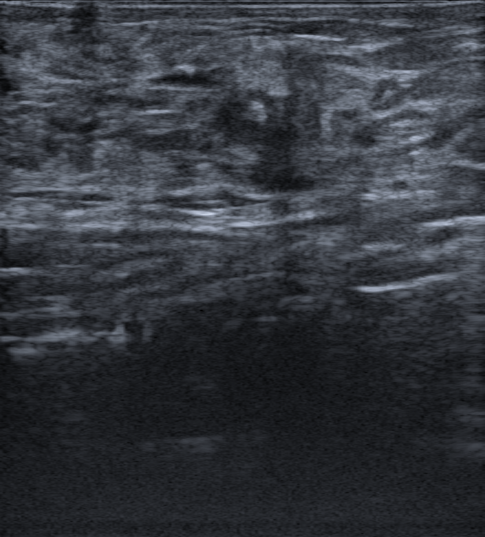
Patient age: 87. Imaging: breast ultrasound image.
The finding occupies approximately x1=202, y1=84, x2=323, y2=194. The finding is malignant on biopsy or follow-up.